Breast US.
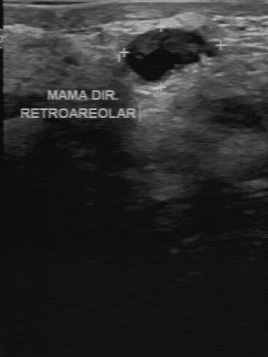
Breast US findings:
- calcifications: absent
- lesion margin: partially regular
- lesion boundary: fairly clear
- internal echoes: hypoechoic